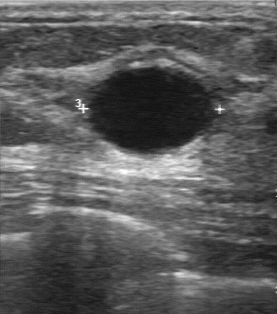
Modality: breast sonogram.
Coordinates are pixels in the 277x314 image. Lesion region of interest: x1=89, y1=68, x2=214, y2=151.